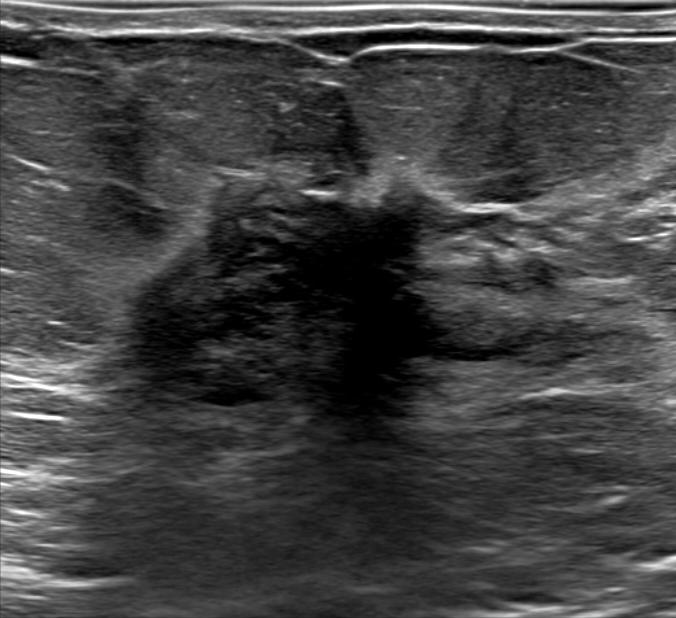
Modality: breast US.
The finding is irregular and heterogeneous; its margin is not circumscribed (spiculated and angular). There are no posterior features. An echogenic halo is present. There is no skin thickening. BI-RADS 5; outcome on biopsy or follow-up: malignant. Radiologic interpretation: Suspicion of malignancy; Dysplasia. Biopsy result: Invasive lobular carcinoma.